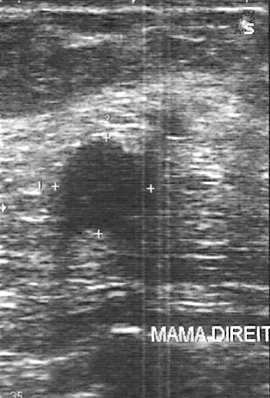
Modality: breast ultrasound scan.
Biopsy or follow-up result: benign. BI-RADS category: 4. Histopathology: fibroadenoma.
OUTCOME ON BIOPSY OR FOLLOW-UP: benign.